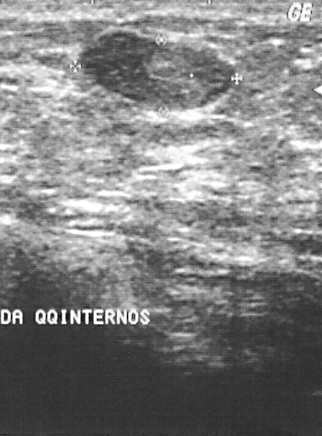
Imaging: breast sonogram.
A mass is seen with BI-RADS: 2, pathology: fibroadenoma, confirmed outcome (biopsy or follow-up): benign.